Imaging: breast sonogram.
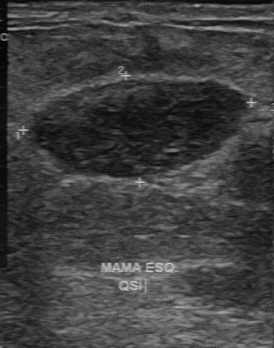
The original reader assigned BI-RADS 2. A second reader, independent of the original assessment, describes a heterogeneous breast lesion with a regular margin; the boundary is clear. Histopathology: mastitis (benign).